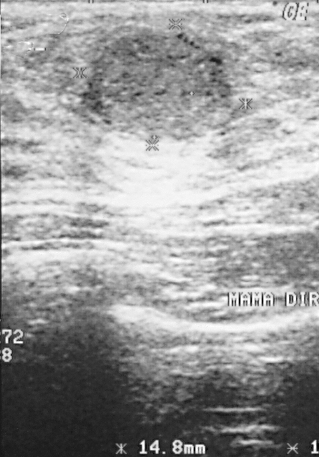
Modality: breast ultrasound scan.
This breast ultrasound scan shows a finding with BI-RADS category: 2, biopsy or follow-up result: benign, histopathology: fibroadenoma.